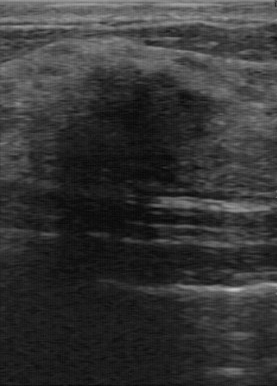
Imaging: breast ultrasound scan.
BI-RADS 4 in the original read. A second reader, independent of the original assessment, describes a hypoechoic finding with a partially regular margin; the boundary is somewhat unclear. Histopathology: fibrocystic changes (benign).